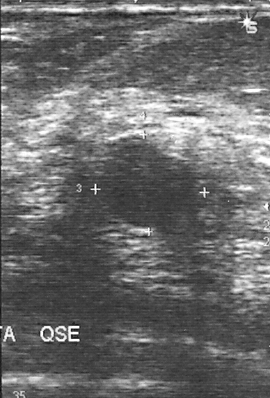
Imaging: breast ultrasound image.
Assigned BI-RADS 4. Outcome on biopsy or follow-up: benign. Histopathology: fibroadenoma (benign).